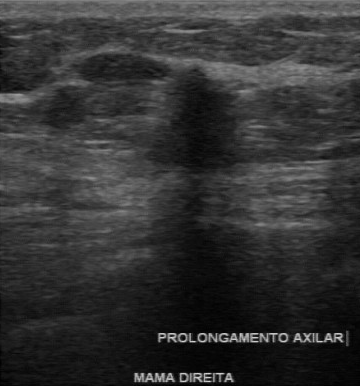
Imaging: B-mode breast ultrasound.
The biopsy result is invasive ductal carcinoma. The BI-RADS is 4.